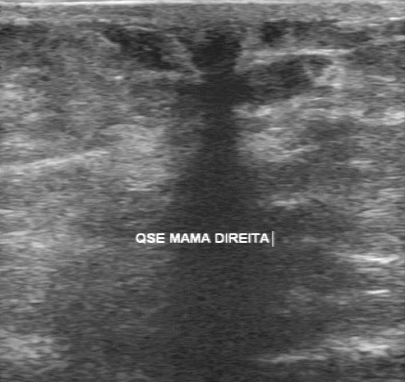
Modality: breast sonogram.
No calcifications are seen. Pathology is invasive lobular carcinoma. Lesion boundary is unclear. Internal echoes: hypoechoic. Margin is irregular.